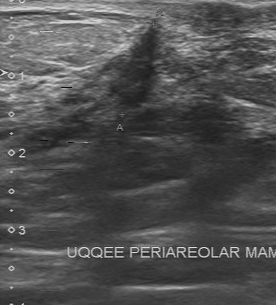
Breast sonogram.
Finding: lesion, malignant on biopsy or follow-up.